Modality: breast ultrasound image.
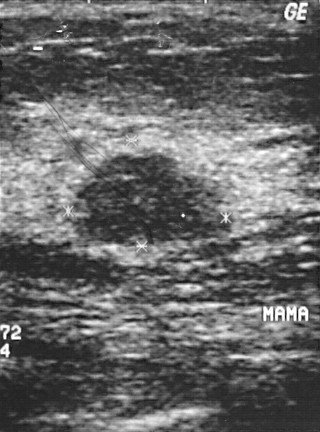
A breast lesion is seen. Assessment: BI-RADS 3. Biopsy showed intraductal papilloma, a benign finding.